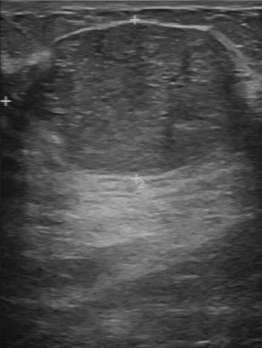
Modality: breast ultrasound image.
Coordinates are pixels in the 262x348 image. Lesion bounding box: top-left (37, 23), bottom-right (237, 174). The lesion is benign on biopsy or follow-up.